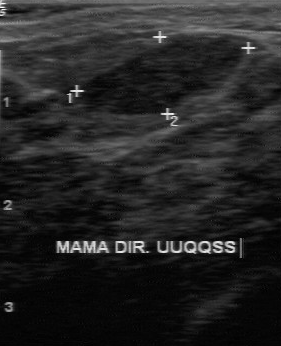
Imaging: breast sonogram.
The lesion is located within the bounding box (75,37)-(245,116). The lesion is benign on biopsy or follow-up.